Breast sonogram.
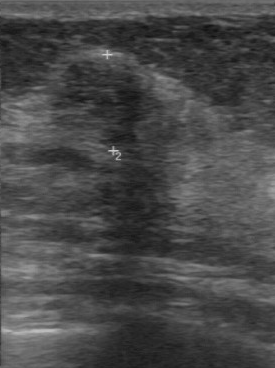
The finding demonstrates BI-RADS: 4.